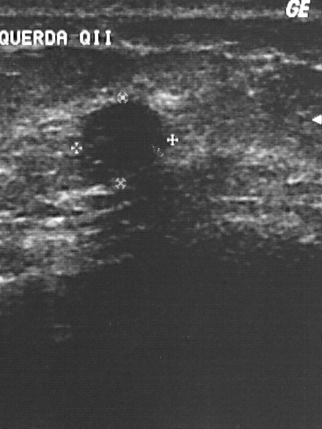
Modality: breast ultrasound.
FINDINGS: BI-RADS: 2. Outcome on biopsy or follow-up: benign.
OUTCOME ON BIOPSY OR FOLLOW-UP: benign.